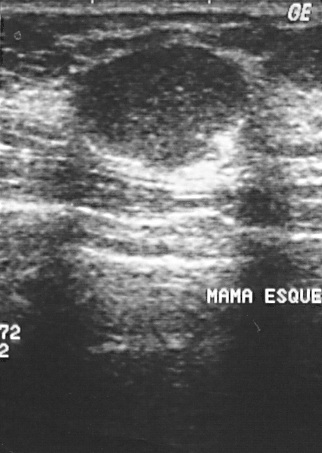
Modality: breast ultrasound image.
Finding bounding box: (73,46)-(247,166). The finding is malignant on biopsy or follow-up.